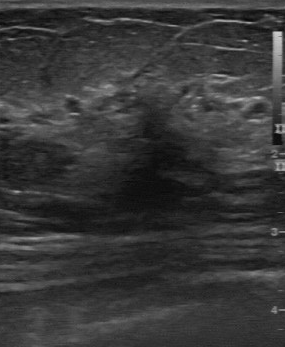
Modality: B-mode breast ultrasound.
BI-RADS 4 in the original read. On a second read by an independent reader: The mass has an irregular margin. Boundary: unclear. Echo pattern: slightly hypoechoic. Calcifications: multiple calcifications. The biopsy result was hyperplasia; the mass is benign.